Imaging: breast ultrasound scan.
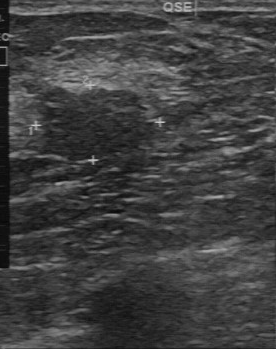
BI-RADS category: 4. Biopsy result: fibroadenoma.